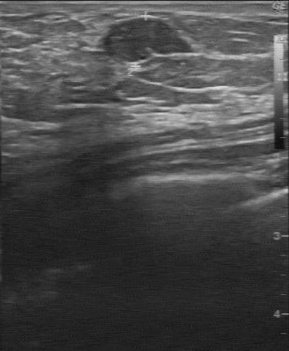
Breast ultrasound.
Lesion: benign on biopsy or follow-up. BI-RADS 3.